Modality: breast US. Scanner: GE Logiq 7 @10-14MHz.
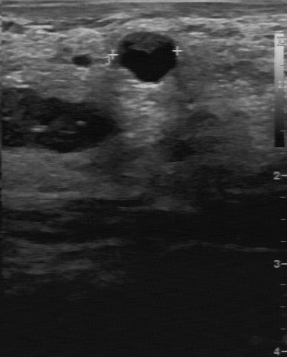
Coordinates are pixels in the 287x357 image. The breast lesion occupies approximately [116, 32, 176, 82]. The breast lesion is benign on biopsy or follow-up.